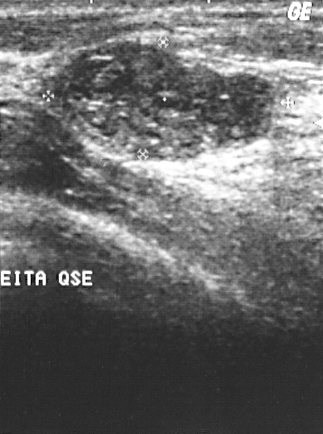
Imaging: breast US. Scanner: GE Logiq 5 @10-12MHz.
Histopathology: fibroadenoma. Outcome on biopsy or follow-up: benign. BI-RADS assessment: 2.